Breast ultrasound.
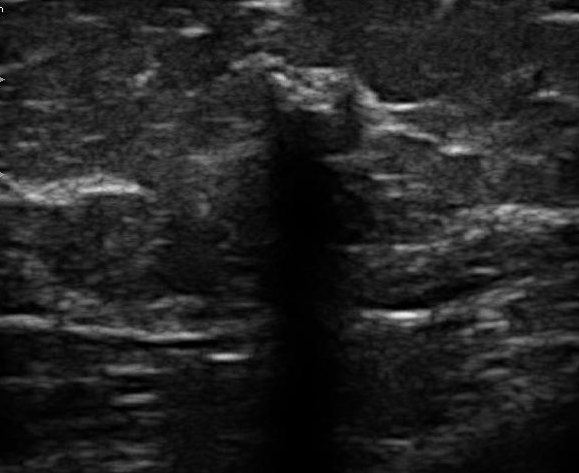
The finding was categorized BI-RADS 5 in the original read. The following findings are from a second reader, independent of the original assessment. Echo pattern: hypoechoic. The lesion boundary is unclear. No calcifications are seen. The finding has an irregular margin. Biopsy showed invasive ductal carcinoma, a malignant finding.